Breast ultrasound image.
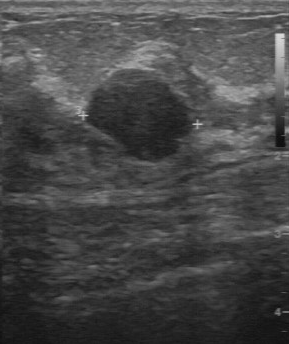
(coordinates in a 289x344 pixel frame) Segment the mass: bounding box top-left (85, 69), bottom-right (194, 161).